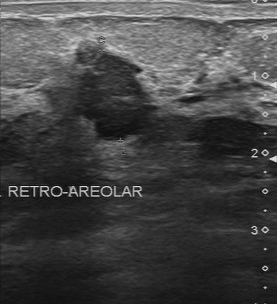
Modality: breast US.
FINDINGS: BI-RADS on independent re-read: 4B. Calcifications: none. Echogenicity: hypoechoic. Original BI-RADS: 4. Lesion boundary: unclear. Lesion margin: irregular.
OUTCOME ON BIOPSY OR FOLLOW-UP: malignant.